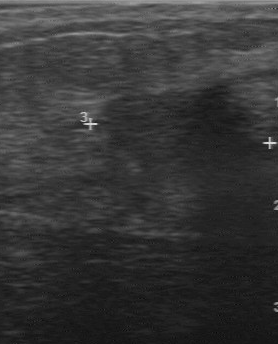
Modality: breast ultrasound. Scanner: GE Logiq 7 @10-14MHz.
BI-RADS 4 in the original read. Descriptors from an independent second read (not the reader who assigned the category): Its boundary is fairly clear. Margin: regular. Echo pattern: hypoechoic. No calcifications are seen. Histopathology: invasive ductal carcinoma (malignant).